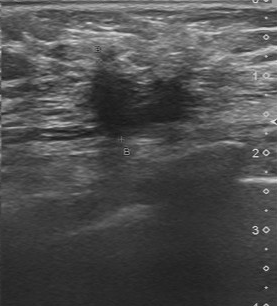
Imaging: breast ultrasound.
Lesion margin is irregular. Original BI-RADS: 4. The independent BI-RADS assessment is 4B.